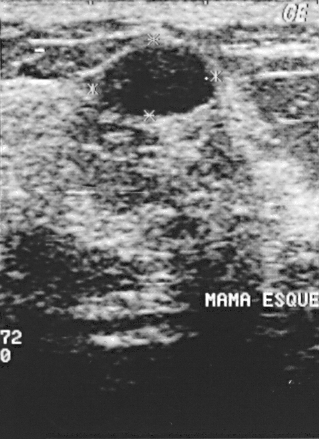
Acquired on GE Logiq 5 @10-12MHz. Modality: B-mode breast ultrasound.
Biopsy or follow-up result: benign. BI-RADS 2.